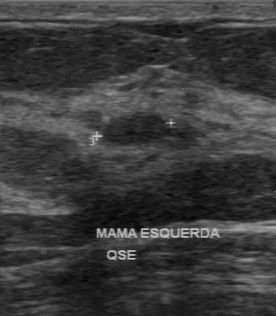
Modality: breast sonogram.
Original-read BI-RADS category: 2. Findings on the second read (an independent reader): a hypoechoic breast lesion, margin regular, boundary clear. There are no calcifications. Biopsy showed fibroadenoma, a benign finding.